Modality: breast sonogram.
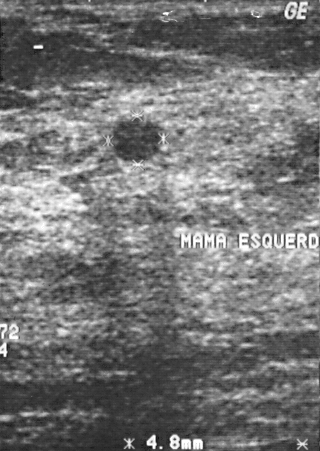
Biopsy or follow-up result: benign.